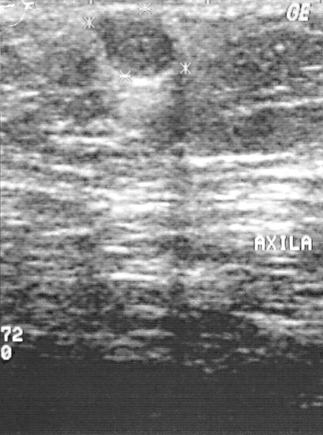
Imaging: breast ultrasound.
This breast ultrasound shows a finding, benign on biopsy or follow-up.